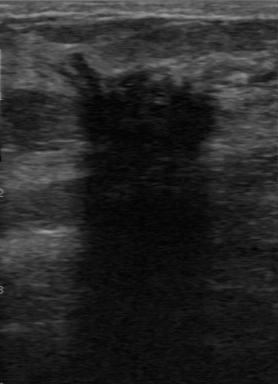
Scanner: GE Logiq 7 @10-14MHz. Modality: breast sonogram.
Pixel coordinates (x1, y1, x2, y2): Lesion region of interest: (57, 54) to (220, 184). The lesion is malignant on biopsy or follow-up.